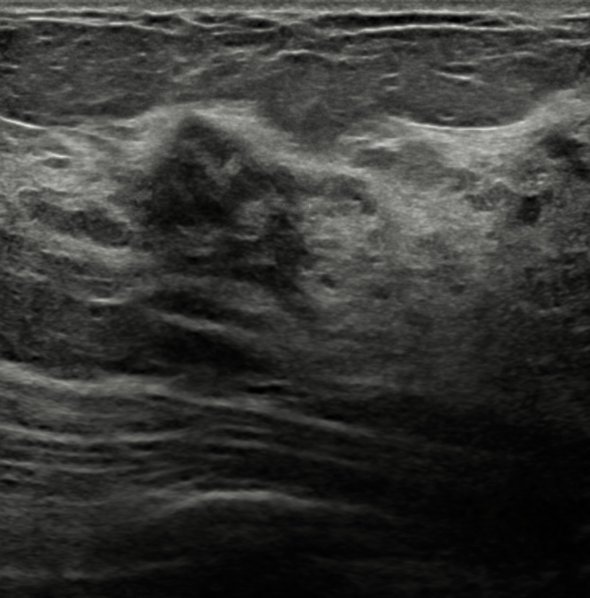
Imaging: breast sonogram.
Biopsy or follow-up result: benign.